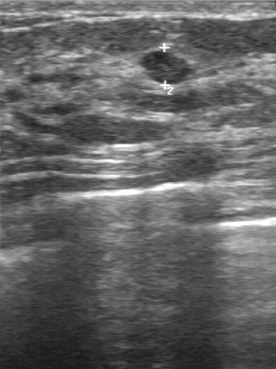
Breast ultrasound scan.
- echo pattern: slightly hypoechoic
- independent BI-RADS assessment: 2
- BI-RADS (first reader): 3